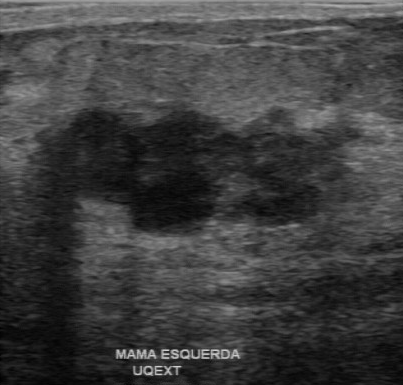
Breast ultrasound image.
This breast ultrasound image shows a lesion with calcifications: absent, heterogeneous echo pattern, clear boundary, partially regular lesion margin.